Acquired on GE Logiq 7 @10-14MHz. Modality: breast ultrasound scan.
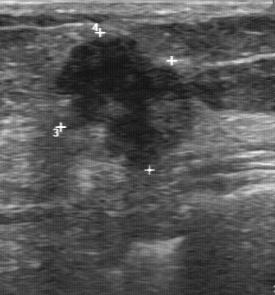
The breast lesion was categorized BI-RADS 5 in the original read.
Descriptors from an independent second read (not the reader who assigned the category):
The breast lesion has an irregular margin.
Boundary: unclear.
Internally the breast lesion is hypoechoic.
Calcifications: none.
Histopathology: invasive ductal carcinoma (malignant).